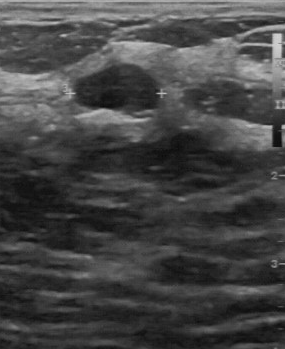
B-mode breast ultrasound. Acquired on GE Logiq 7 @10-14MHz.
The original reader assigned BI-RADS 2. On a second read by an independent reader: Boundary: clear. Echo pattern: hypoechoic. The margin is regular. Calcifications: none. Histopathology: cyst (benign).